Modality: breast sonogram.
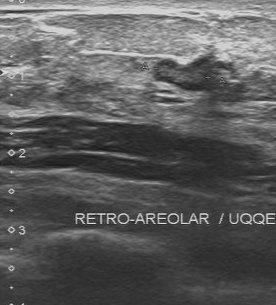
Outcome on biopsy or follow-up: benign.